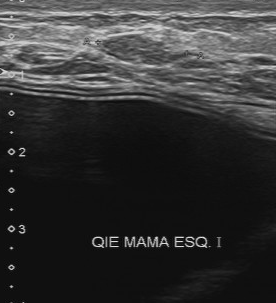
Breast US.
FINDINGS: Biopsy or follow-up result: benign. Boundary: fairly clear. Margin: regular. BI-RADS (first reader): 4. BI-RADS on independent re-read: 3. Calcifications: absent.
OUTCOME ON BIOPSY OR FOLLOW-UP: benign.